Breast sonogram. Scanner: GE Logiq 5 @10-12MHz.
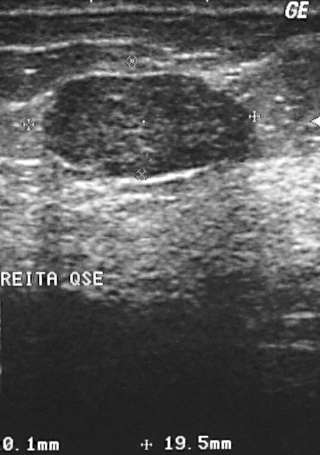
This breast sonogram shows a mass with BI-RADS: 2, confirmed outcome (biopsy or follow-up): benign.